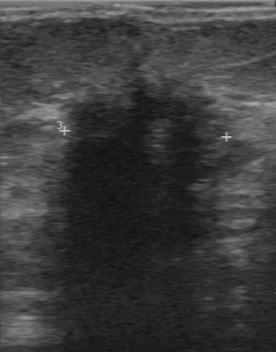
Imaging: breast US.
The original reader assigned BI-RADS 4. Findings on the second read (an independent reader): a hypoechoic lesion, margin irregular, boundary unclear. Histopathology: invasive ductal carcinoma (malignant).